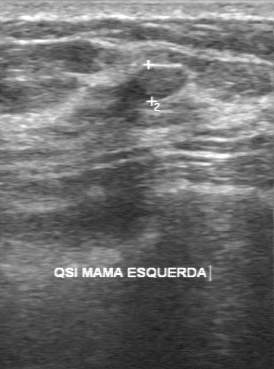
Breast ultrasound image. Acquired on GE Logiq 7 @10-14MHz.
BI-RADS 3 in the original read. A second reader, independent of the original assessment, describes a slightly hypoechoic mass with a regular margin; the boundary is clear. There are no calcifications. Histopathology: fibroadenoma (benign).